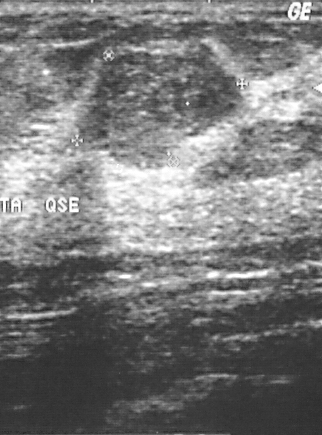
Modality: breast ultrasound scan.
FINDINGS: Breast ultrasound scan. Confirmed outcome (biopsy or follow-up): benign. BI-RADS category: 3.
OUTCOME ON BIOPSY OR FOLLOW-UP: benign.